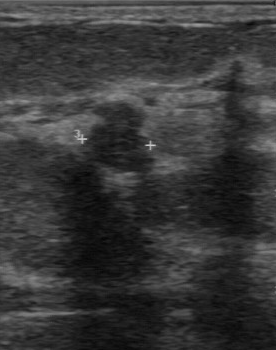
Modality: breast sonogram.
This breast sonogram shows a lesion with hypoechoic echo pattern, calcifications: none, partially regular lesion margin, outcome on biopsy or follow-up: benign, somewhat unclear lesion boundary.